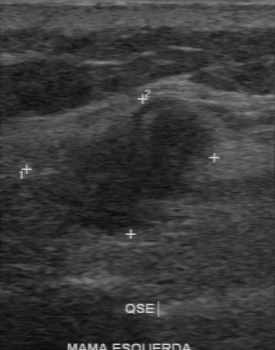
Imaging: breast ultrasound image.
FINDINGS: Breast ultrasound image. Calcifications: none. Original BI-RADS: 4. Boundary: somewhat unclear. Contour: partially regular. Independent BI-RADS assessment: 4A. Echo pattern: hypoechoic. Confirmed outcome (biopsy or follow-up): malignant.